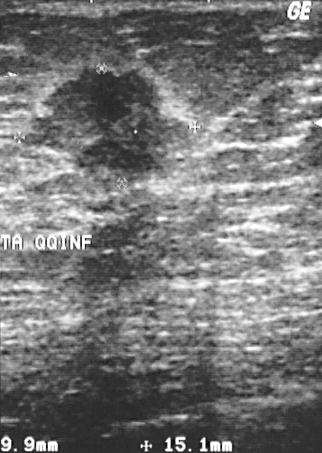
Acquired on GE Logiq 5 @10-12MHz. Imaging: breast sonogram.
This breast sonogram shows a mass with confirmed outcome (biopsy or follow-up): malignant, BI-RADS category: 4.